Imaging: breast ultrasound image.
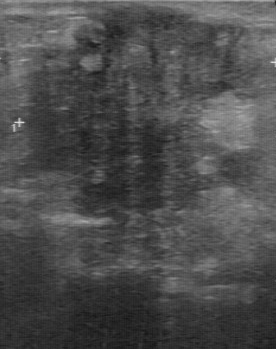
Lesion boundary: unclear. Echo pattern is heterogeneous. Margin is irregular. Calcifications: suspected.